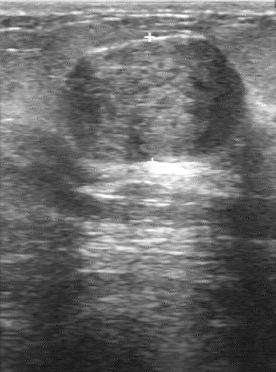
Modality: breast US.
The breast lesion was categorized BI-RADS 4 in the original read.
A second, independent read describes the breast lesion as follows.
The breast lesion has a regular margin.
Echo pattern: hypoechoic.
Boundary: clear.
No calcifications are seen.
Biopsy showed fibroadenoma, a benign finding.